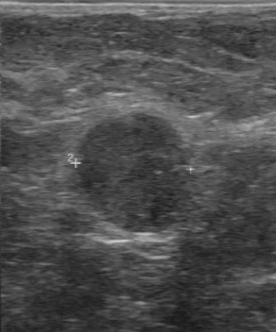
Imaging: breast ultrasound scan. Scanner: GE Logiq 7 @10-14MHz.
Mass: malignant on biopsy or follow-up. (BI-RADS category 4.)